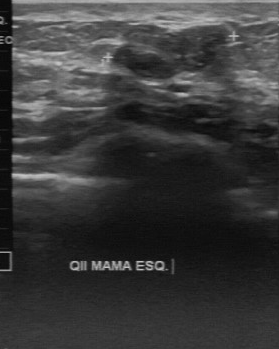
Breast US.
Finding bounding box: 113 34 224 79. The finding is benign on biopsy or follow-up.